Modality: breast ultrasound.
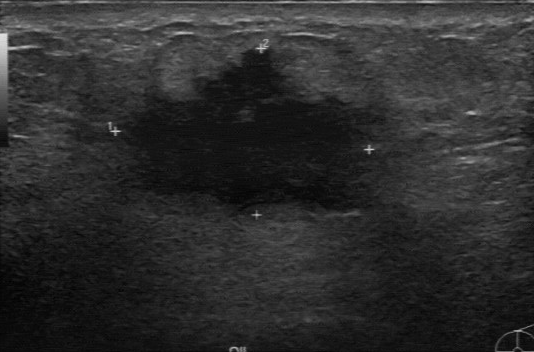
Lesion characteristics:
- boundary: unclear
- contour: irregular
- echo pattern: hypoechoic
- calcifications: none